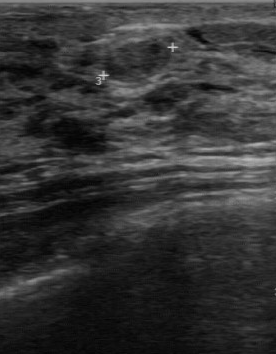
Scanner: GE Logiq 7 @10-14MHz. Modality: breast US.
This breast US shows a finding, benign on biopsy or follow-up.